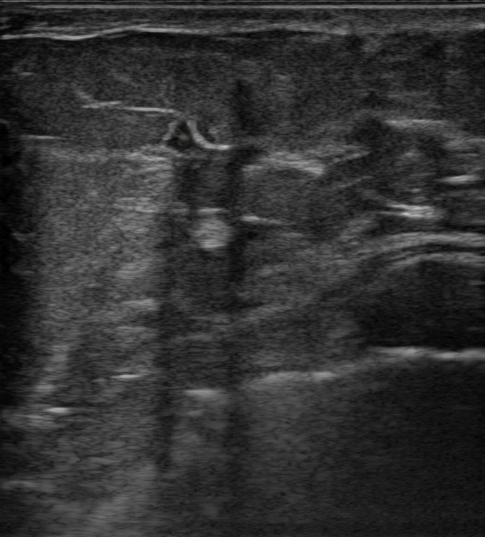
Imaging: breast ultrasound. 43-year-old patient.
Breast ultrasound findings:
- BI-RADS: 4C
- borders: not circumscribed - spiculated
- calcifications: none
- skin thickening: none
- biopsy or follow-up result: malignant
- verification: confirmed by biopsy
- echotexture: hypoechoic
- echogenic halo: absent
- posterior features: none
- histopathology: Invasive carcinoma of no special type (NST)